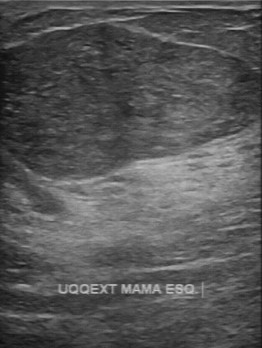
Scanner: GE Logiq 7 @10-14MHz. Breast ultrasound image.
Pixel coordinates (x1, y1, x2, y2): The lesion occupies approximately top-left (1, 24), bottom-right (256, 181). BI-RADS 3.